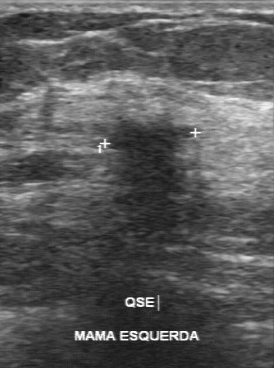
Modality: breast US.
Lesion characteristics:
- confirmed outcome (biopsy or follow-up): malignant
- histopathology: invasive ductal carcinoma
- boundary: unclear
- BI-RADS on independent re-read: 4B
- calcifications: absent